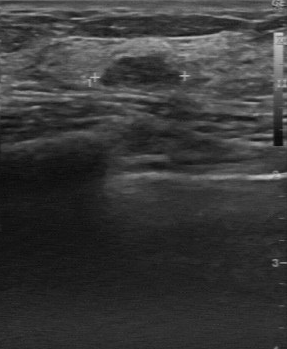
Breast ultrasound scan. Scanner: GE Logiq 7 @10-14MHz.
Biopsy or follow-up result: benign. (BI-RADS category 3.)